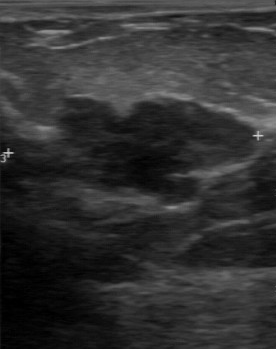
Modality: breast ultrasound image. Scanner: GE Logiq 7 @10-14MHz.
Coordinates are pixels in the 276x349 image. Finding bounding box: [55, 96, 259, 204]. The finding is benign on biopsy or follow-up.